Acquired on GE Logiq 7 @10-14MHz. Modality: B-mode breast ultrasound.
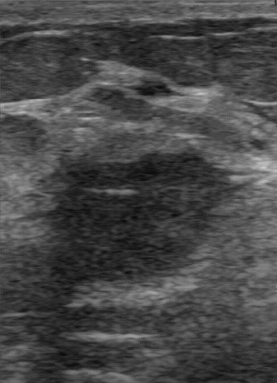
This B-mode breast ultrasound shows a breast lesion with BI-RADS on independent re-read: 4A, original BI-RADS: 4, confirmed outcome (biopsy or follow-up): malignant, hypoechoic echo pattern.